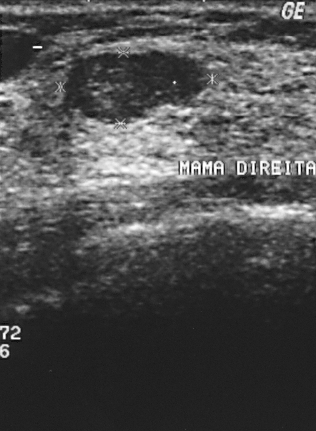
Modality: breast sonogram.
A finding is seen. It was assessed as BI-RADS 2. Histopathology: fibroadenoma (benign).